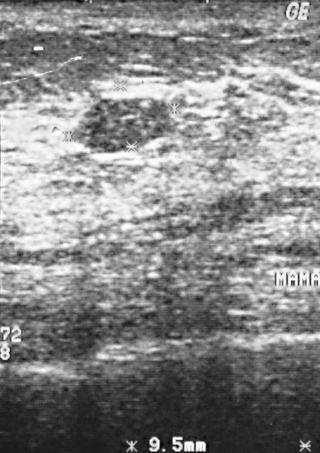
Breast ultrasound.
This finding proved benign on biopsy or follow-up. Biopsy showed fibroadenoma, a benign finding. BI-RADS assessment: 2.